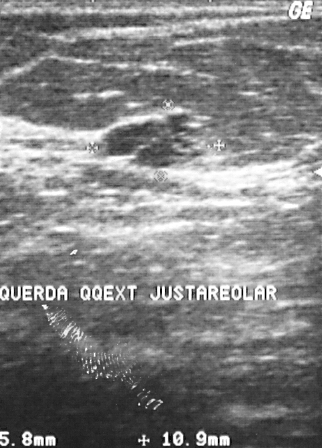
Imaging: breast ultrasound scan.
Breast lesion: benign on biopsy or follow-up. (BI-RADS category 3.)